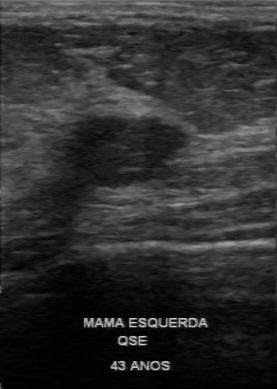
Scanner: GE Logiq 7 @10-14MHz. Imaging: breast sonogram.
The breast lesion is benign on biopsy or follow-up.